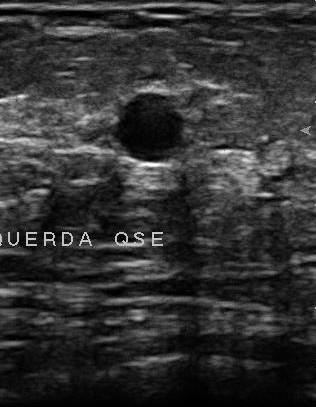
Imaging: breast US.
- confirmed outcome (biopsy or follow-up): benign
- BI-RADS: 2